Imaging: breast ultrasound scan.
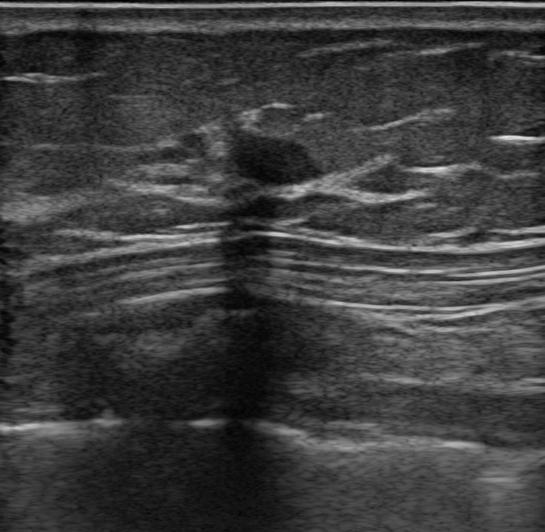
The finding occupies approximately (227, 129) to (326, 190).